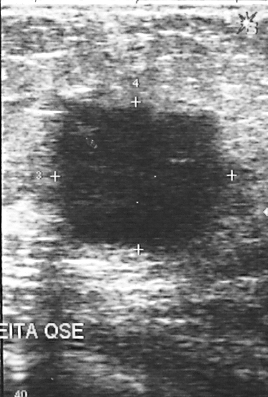
Breast ultrasound image.
A lesion is seen. Assessment: BI-RADS 4. The biopsy result was invasive ductal carcinoma; the lesion is malignant.